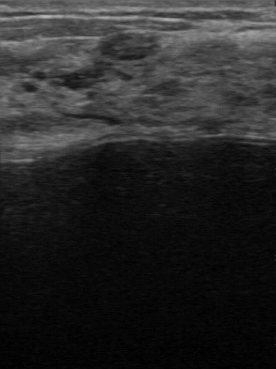
Breast US. Acquired on GE Logiq 7 @10-14MHz.
The original reader assigned BI-RADS 3. On a second read by an independent reader: Calcifications: none. Echo pattern: hypoechoic. Its boundary is fairly clear. Margin: regular. Histopathology: fibroadenoma (benign).